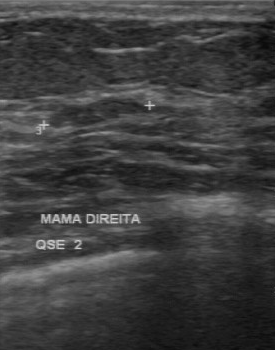
Modality: breast US. Scanner: GE Logiq 7 @10-14MHz.
The finding was categorized BI-RADS 2 in the original read. The following findings are from a second reader, independent of the original assessment. Boundary: clear. Internally the finding is hypoechoic. No calcifications are seen. Margin: regular. Biopsy showed fibroadenoma, a benign finding.